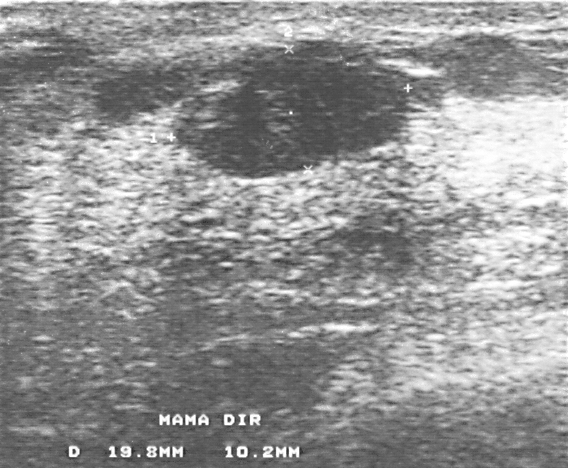
Modality: breast ultrasound.
A mass is present on this breast ultrasound. It was assessed as BI-RADS 3. Biopsy showed fibroadenoma, a benign finding.